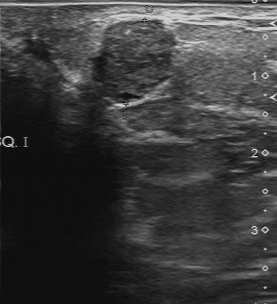
Modality: breast ultrasound.
FINDINGS: Breast ultrasound. Calcifications: suspected. Biopsy or follow-up result: benign. Pathology: fibroadenoma. Contour: regular. Boundary: fairly clear. Internal echoes: slightly hypoechoic.